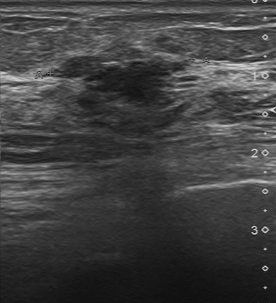
Modality: breast ultrasound image.
BI-RADS 4 in the original read; on a second read the margin is irregular, the boundary unclear and the lesion slightly hypoechoic. Pathology confirmed malignant invasive ductal carcinoma.